Scanner: GE Logiq 5 @10-12MHz. Imaging: B-mode breast ultrasound.
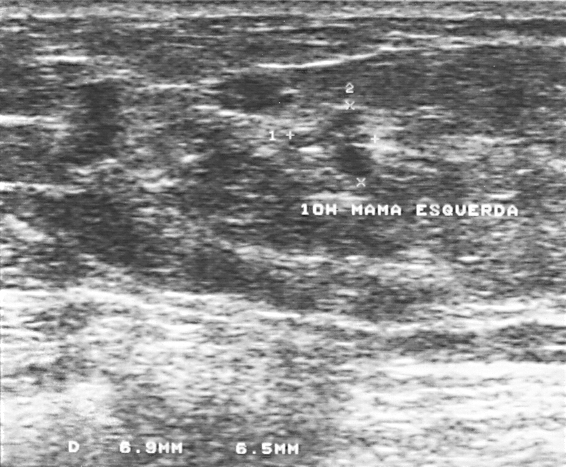
Assigned BI-RADS 4. The biopsy result was invasive ductal carcinoma; the breast lesion is malignant. Biopsy or follow-up result: malignant.